Breast ultrasound scan.
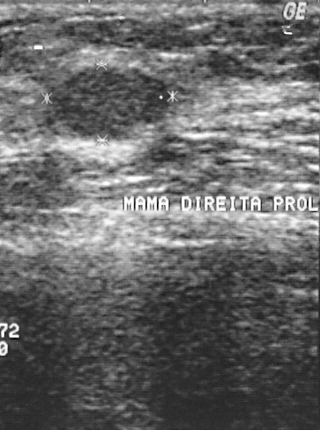
A finding is present on this breast ultrasound scan. Assessment: BI-RADS 2. The biopsy result was fibroadenoma; the finding is benign.